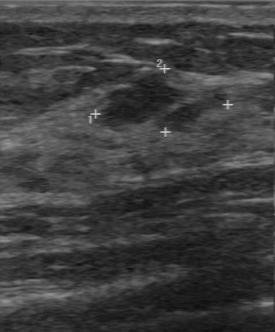
Breast sonogram.
The lesion occupies approximately [97, 76, 202, 130].